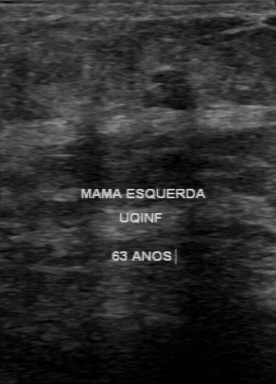
Imaging: breast US.
This breast US shows a finding with clear lesion boundary, regular contour, hypoechoic echo pattern, calcifications: absent.